Breast ultrasound scan.
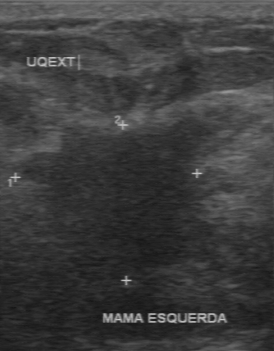
Coordinates are pixels in the 274x351 image. Finding bounding box: x1=16, y1=113, x2=221, y2=290.